Breast ultrasound image.
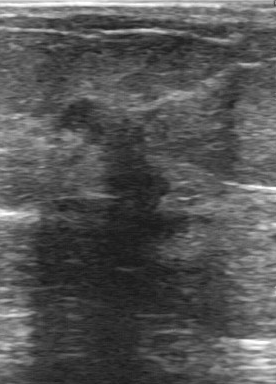
BI-RADS is 5. Pathology is invasive ductal carcinoma.